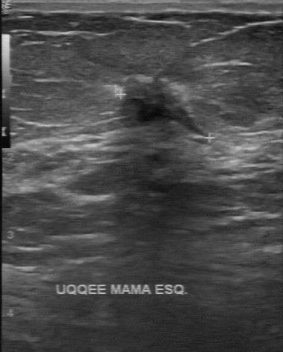
Scanner: GE Logiq 7 @10-14MHz. Modality: breast sonogram.
Coordinates are pixels in the 283x352 image. The lesion is located within the bounding box (116, 75) to (213, 142).